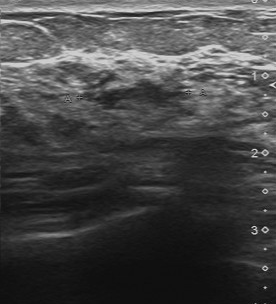
Modality: breast ultrasound image.
Finding: mass, benign on biopsy or follow-up.